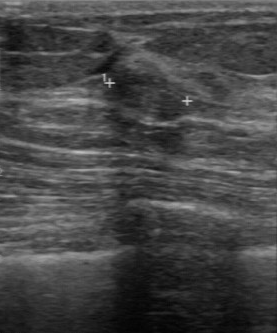
Modality: breast sonogram. Scanner: GE Logiq 7 @10-14MHz.
Lesion boundary: clear. Calcifications are absent. Lesion margin: regular. The internal echoes are hypoechoic.